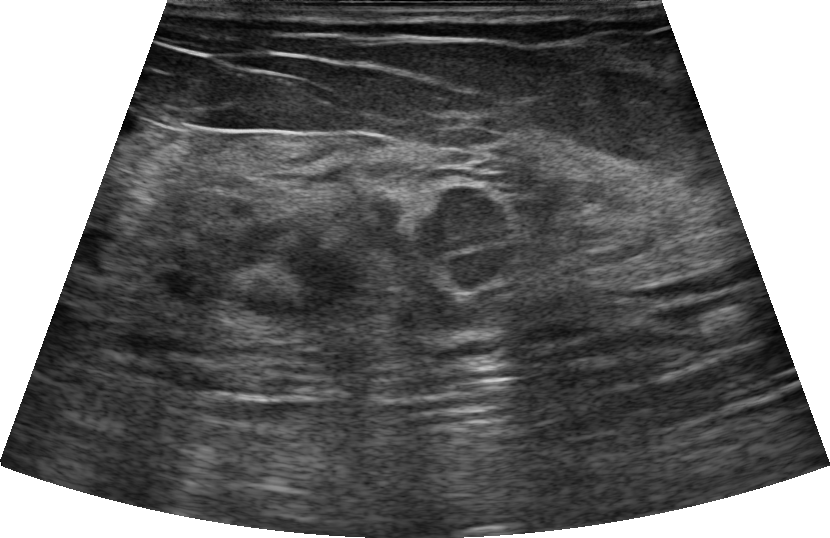
Imaging: breast ultrasound. Background tissue composition: heterogeneous: predominantly fibroglandular. Age 64.
The lesion is irregular in shape. The lesion has microlobulated margins. The lesion is hypoechoic. Posterior features: none. There is no echogenic halo. No calcifications are seen. There is no skin thickening. Biopsy result: Invasive micropapillary carcinoma. BI-RADS assessment: 4B.